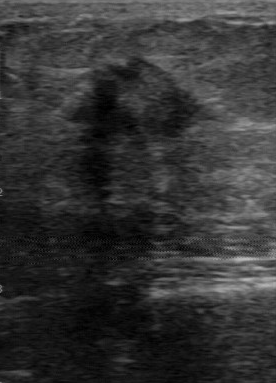
Scanner: GE Logiq 7 @10-14MHz. Modality: breast ultrasound.
Confirmed outcome (biopsy or follow-up): malignant. BI-RADS (second read): 4B. Original BI-RADS: 4.
OUTCOME ON BIOPSY OR FOLLOW-UP: malignant.